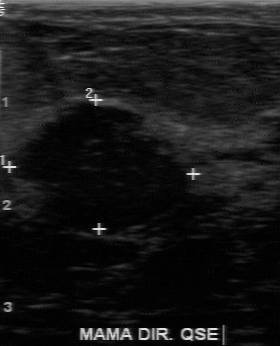
Imaging: B-mode breast ultrasound.
The lesion boundary is somewhat unclear. The internal echoes are hypoechoic. The margin is partially regular. There are no calcifications. Biopsy or follow-up result: benign.